Modality: breast sonogram.
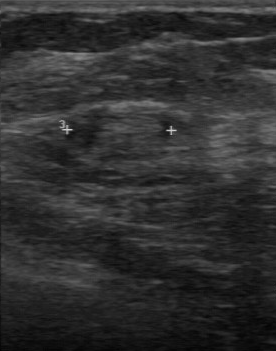
This breast sonogram shows a lesion with partially regular lesion margin, calcifications: absent, isoechoic internal echoes, pathology: invasive ductal carcinoma, fairly clear boundary, biopsy or follow-up result: malignant.